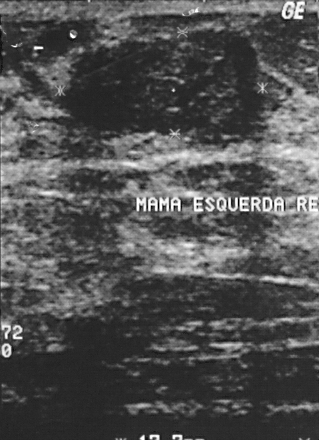
Acquired on GE Logiq 5 @10-12MHz. Imaging: B-mode breast ultrasound.
Pixel coordinates (x1, y1, x2, y2): The mass is located within the bounding box 70 30 261 140.